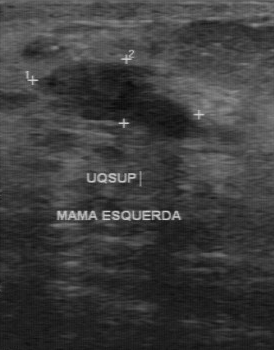
Modality: breast sonogram.
This breast sonogram shows a mass with second-reader BI-RADS: 3, original BI-RADS: 4, histopathology: fibroadenoma.